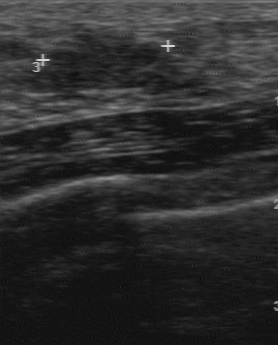
Imaging: breast sonogram.
The breast lesion was assessed as BI-RADS 3 by the original reader. A second reader, independent of the original assessment, describes a hypoechoic breast lesion with a partially regular margin; the boundary is fairly clear. Biopsy showed fibroadenoma, a benign finding.